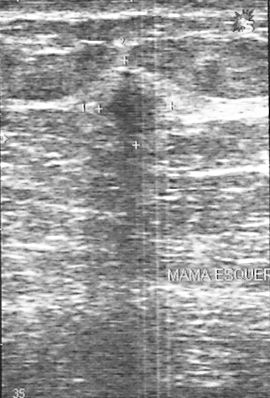
Scanner: GE Logiq 5 @10-12MHz. Imaging: breast ultrasound.
A finding is seen. Assessment: BI-RADS 4. Histopathology: invasive ductal carcinoma (malignant).